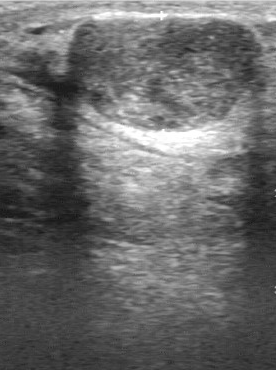
Imaging: breast ultrasound.
A breast lesion is seen with biopsy or follow-up result: benign, BI-RADS category: 4.